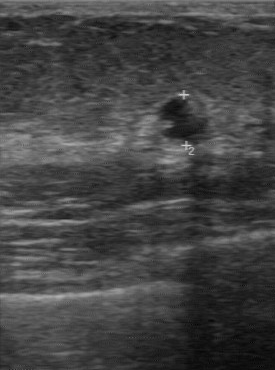
Modality: breast ultrasound scan.
The original BI-RADS is 4. The second-reader BI-RADS is 4B. Echo pattern is hypoechoic. The lesion margin is partially regular. The outcome on biopsy or follow-up is benign.